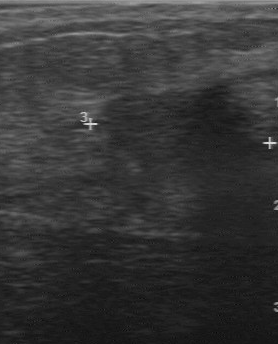
Breast ultrasound image.
(coordinates in a 278x344 pixel frame) Segment the finding: bounding box (95, 87) to (255, 169). BI-RADS 4.